Imaging: B-mode breast ultrasound.
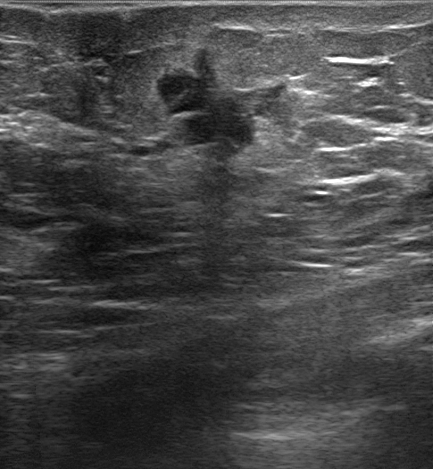
It has an irregular shape.
The lesion has angular and indistinct margins.
Internally the lesion is hypoechoic.
Posterior shadowing is present.
Echogenic halo: present.
There are no calcifications.
There is skin thickening.
This lesion proved malignant on biopsy or follow-up.
BI-RADS assessment: 5.